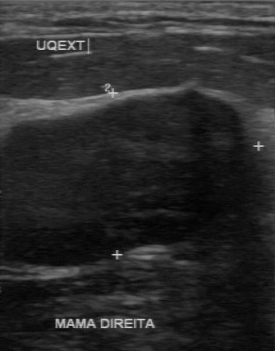
Imaging: B-mode breast ultrasound.
The breast lesion demonstrates regular contour, clear boundary, calcifications: absent, hypoechoic internal echoes.